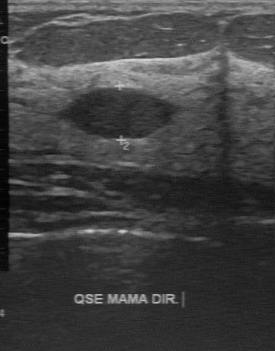
Imaging: breast sonogram.
FINDINGS: Outcome on biopsy or follow-up: benign. BI-RADS assessment: 2.
OUTCOME ON BIOPSY OR FOLLOW-UP: benign.